Imaging: B-mode breast ultrasound.
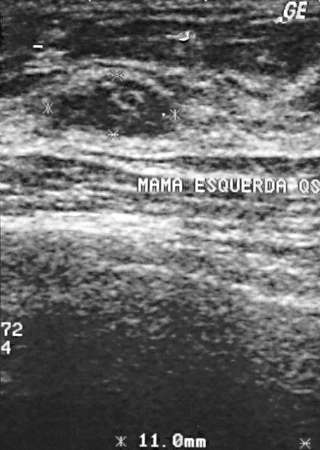
The breast lesion is benign on biopsy or follow-up. Assigned BI-RADS 2. Biopsy showed fibroadenoma.